Breast sonogram.
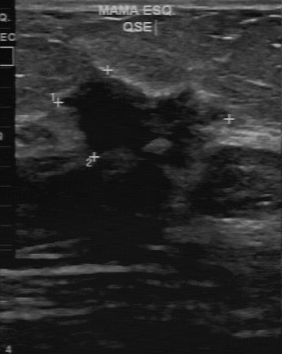
Breast sonogram findings:
- boundary: unclear
- lesion margin: irregular
- echo pattern: hypoechoic
- biopsy or follow-up result: malignant
- calcifications: absent